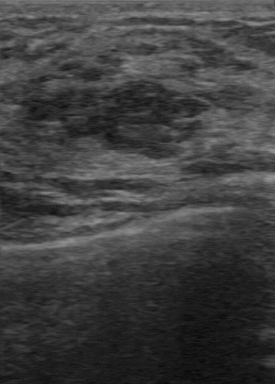
Imaging: breast ultrasound image.
There are no calcifications. Echo pattern is hypoechoic. Contour is regular. The lesion boundary is clear.